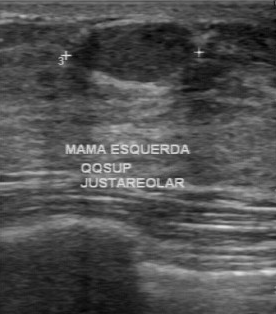
Imaging: B-mode breast ultrasound.
Coordinates are pixels in the 276x314 image. Segment the breast lesion: bounding box top-left (84, 24), bottom-right (190, 80). The breast lesion is benign on biopsy or follow-up. BI-RADS 2.